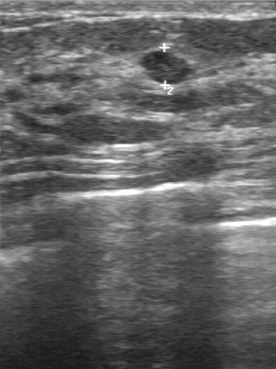
Modality: breast sonogram.
This breast sonogram shows a breast lesion, benign on biopsy or follow-up.